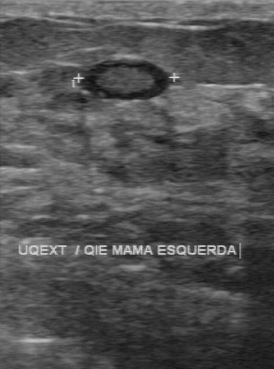
Modality: breast ultrasound.
Lesion margin: regular. The internal echoes are heterogeneous. No calcifications are seen. The boundary is clear.